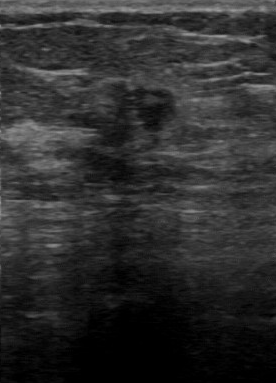
Modality: breast US.
The breast lesion is located within the bounding box 74 82 176 152.